Scanner: GE Logiq 5 @10-12MHz. Breast US.
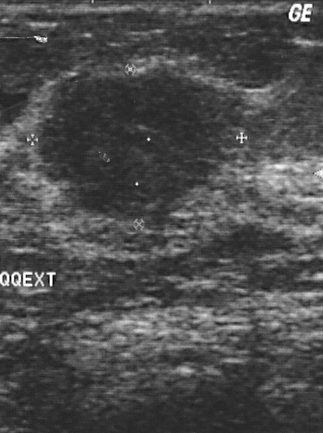
A finding is present on this breast US. It was assessed as BI-RADS 4. Pathology confirmed malignant invasive ductal carcinoma.